Breast ultrasound image.
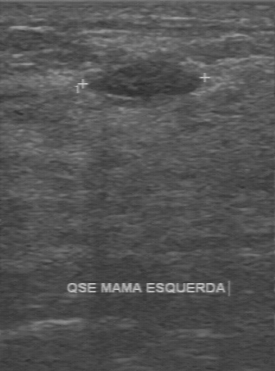
Pathology is fibroadenoma. The BI-RADS category is 2.